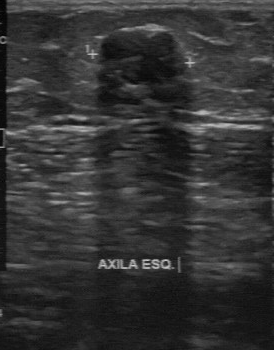
Scanner: GE Logiq 7 @10-14MHz. Modality: breast sonogram.
BI-RADS 2 in the original read. A second reader, independent of the original assessment, describes a slightly hypoechoic finding with a regular margin; the boundary is clear. No calcifications are seen. Histopathology: fibroadenoma (benign).